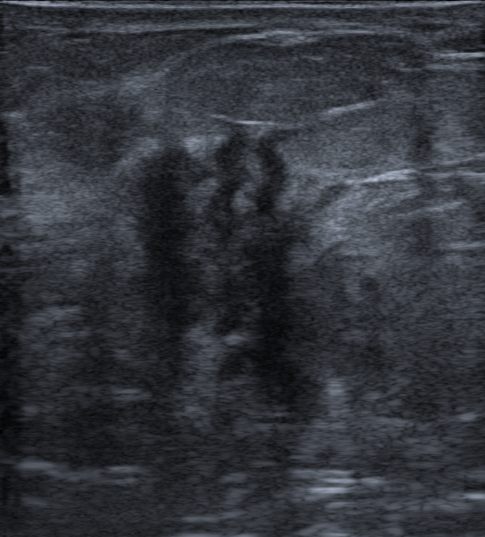
Breast ultrasound.
FINDINGS: Breast ultrasound. Lesion shape: irregular. Radiologic interpretation: Suspicion of malignancy. Verification: confirmed by biopsy. BI-RADS: 5. Echo pattern: hypoechoic. Posterior acoustic features: shadowing. Borders: not circumscribed - microlobulated and indistinct. Calcifications: none.
OUTCOME ON BIOPSY OR FOLLOW-UP: malignant.